Modality: breast ultrasound scan.
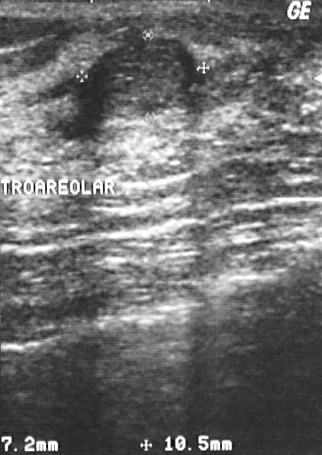
BI-RADS assessment: 3.
This lesion proved benign on biopsy or follow-up.
The biopsy result was fibroadenoma.